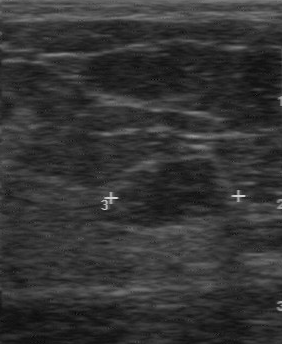
Imaging: breast ultrasound image. Acquired on GE Logiq 7 @10-14MHz.
Histopathology is fibroadenoma. BI-RADS assessment is 3.